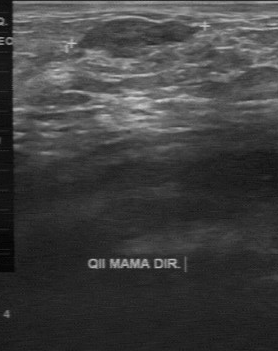
Scanner: GE Logiq 7 @10-14MHz. B-mode breast ultrasound.
FINDINGS: B-mode breast ultrasound. Biopsy or follow-up result: benign. Boundary: fairly clear. Contour: partially regular. Echo pattern: slightly hypoechoic. Calcifications: absent.
OUTCOME ON BIOPSY OR FOLLOW-UP: benign.